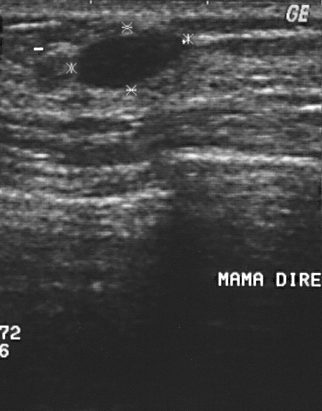
Imaging: breast sonogram.
The biopsy result was cyst; the finding is benign. The finding is benign on biopsy or follow-up. BI-RADS assessment: 2.